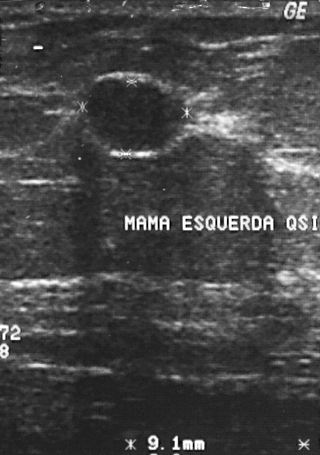
Breast ultrasound image.
This breast ultrasound image shows a breast lesion. It was assessed as BI-RADS 2. Pathology confirmed benign fibroadenoma.